Imaging: breast US.
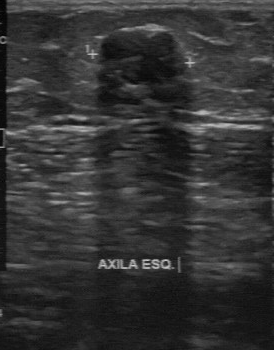
This breast US shows a mass with outcome on biopsy or follow-up: benign, BI-RADS assessment: 2.